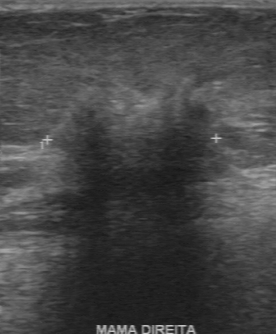
Imaging: breast sonogram. Acquired on GE Logiq 7 @10-14MHz.
Breast sonogram findings:
- independent BI-RADS assessment: 4C
- lesion boundary: unclear
- calcifications: absent
- outcome on biopsy or follow-up: malignant